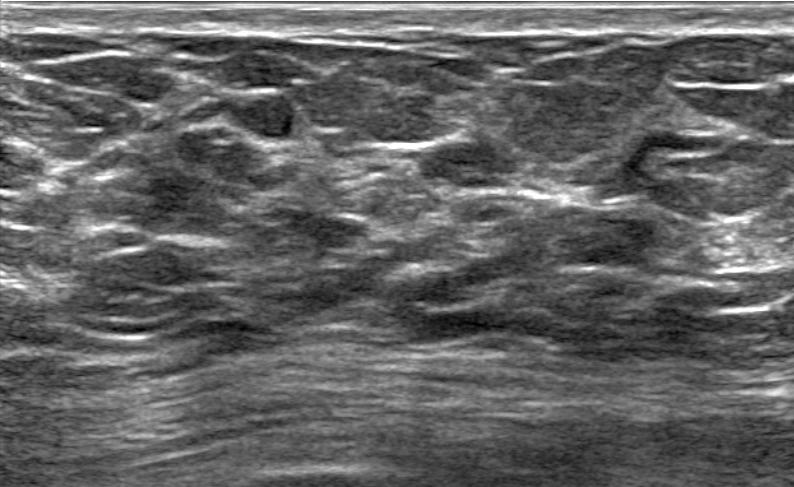
Breast US.
FINDINGS: Pathology: Benign mammary dysplasia. Radiologic interpretation: Suspicion of malignancy; Mammary duct ectasia; Intraductal papilloma. Borders: circumscribed. BI-RADS assessment: 4A. Echogenic halo: absent. Posterior acoustic features: none. Echogenicity: isoechoic. Calcifications: none. Biopsy or follow-up result: benign.
OUTCOME ON BIOPSY OR FOLLOW-UP: benign.